B-mode breast ultrasound.
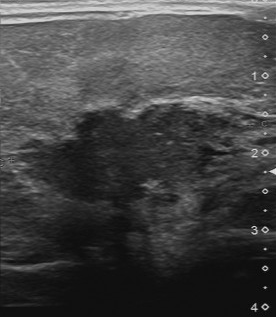
Coordinates are pixels in the 276x317 image. Mass bounding box: 16 102 238 206. The mass is malignant on biopsy or follow-up.